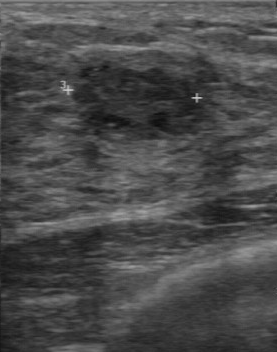
Breast ultrasound image.
Coordinates are pixels in the 277x352 image. Lesion region of interest: (71, 66) to (206, 140). BI-RADS 4.